Acquired on Toshiba Aplio 300 @12-14 MHz. Imaging: breast US.
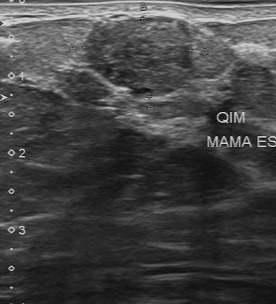
BI-RADS 3 in the original read; on a second read the margin is regular, the boundary clear and the breast lesion slightly hypoechoic. Calcification is suspected. The biopsy result was fibroadenoma; the breast lesion is benign.